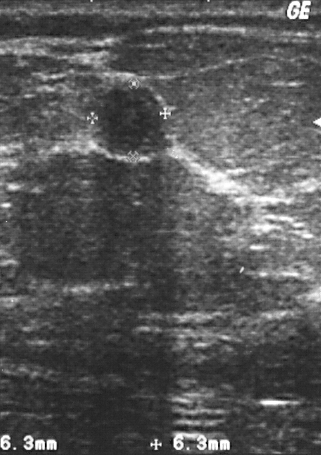
Breast sonogram. Scanner: GE Logiq 5 @10-12MHz.
Biopsy or follow-up result: benign. BI-RADS 2.